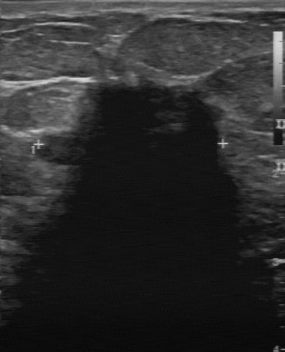
Breast ultrasound.
Biopsy or follow-up result: malignant.